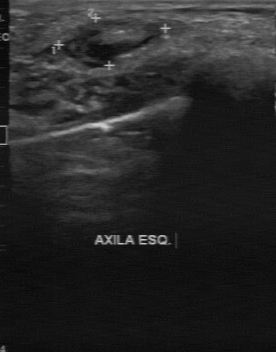
Acquired on GE Logiq 7 @10-14MHz. Breast ultrasound image.
BI-RADS 2 in the original read; on a second read the margin is regular, the boundary clear and the lesion heterogeneous. No calcifications are seen. Biopsy showed lymph node, a benign finding.